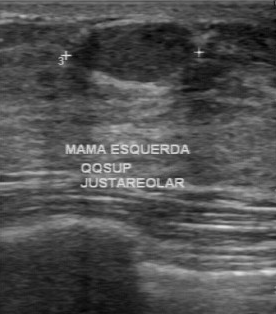
Imaging: breast US.
FINDINGS: Breast US. Confirmed outcome (biopsy or follow-up): benign. BI-RADS: 2. Biopsy result: fibroadenoma.
OUTCOME ON BIOPSY OR FOLLOW-UP: benign.